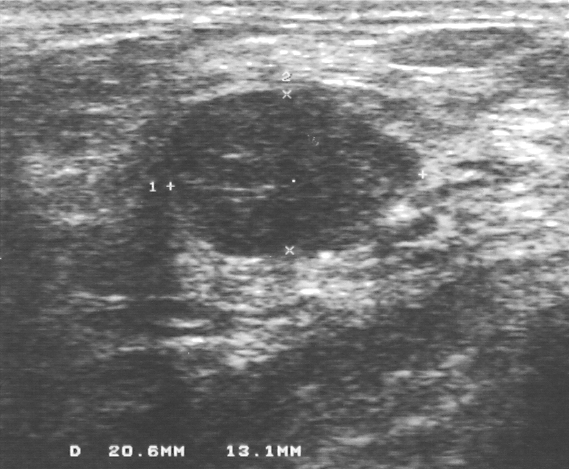
Breast sonogram.
BI-RADS assessment: 3. Biopsy showed fibroadenoma, a benign finding. The finding is benign on biopsy or follow-up.